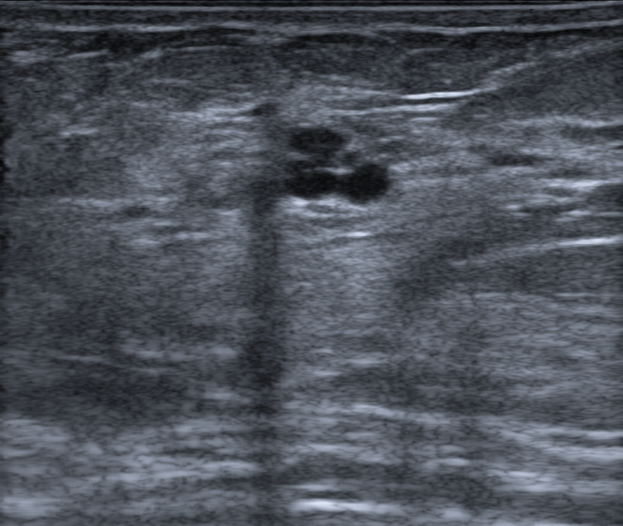
Imaging: breast ultrasound image. Patient age: 35. Background echotexture is heterogeneous: predominantly fibroglandular.
Internally the breast lesion is anechoic.
There is no skin thickening.
Margin: circumscribed.
No echogenic halo is seen.
No calcifications are seen.
It has an oval shape.
Posterior features: none.
The breast lesion is benign on biopsy or follow-up.
Radiologist's impression: Complex cyst / Non-simple cyst.
BI-RADS assessment: 3.